Imaging: breast US.
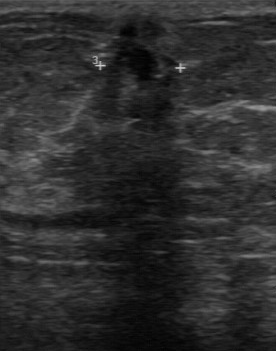
(coordinates in a 276x351 pixel frame) The breast lesion occupies approximately [80, 17, 181, 131]. The breast lesion is malignant on biopsy or follow-up.